Imaging: breast US.
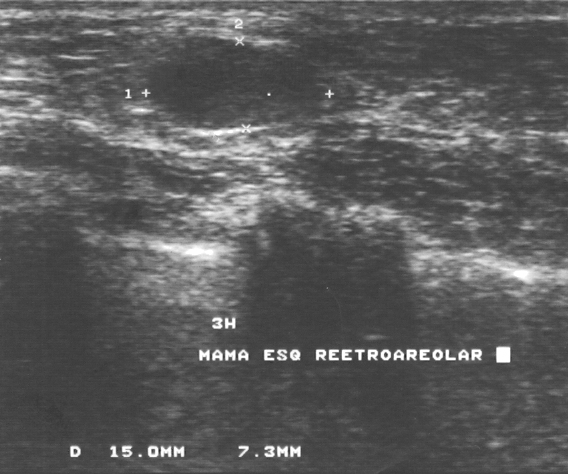
Pixel coordinates (x1, y1, x2, y2): The finding occupies approximately 144 37 330 129.